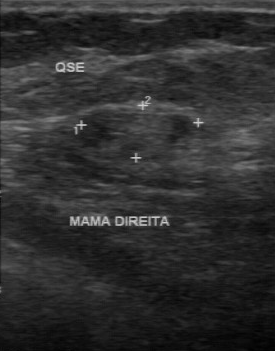
Imaging: breast sonogram.
Original-read BI-RADS category: 4. A second reader, independent of the original assessment, describes an isoechoic mass with a partially regular margin; the boundary is fairly clear. There are no calcifications. Histopathology: invasive ductal carcinoma (malignant).